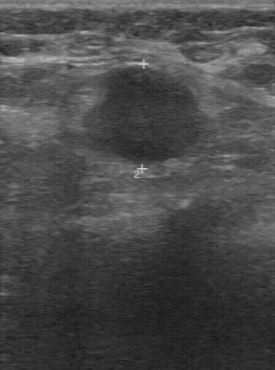
Breast ultrasound scan. Scanner: GE Logiq 7 @10-14MHz.
Breast lesion: malignant on biopsy or follow-up.